Modality: breast ultrasound image.
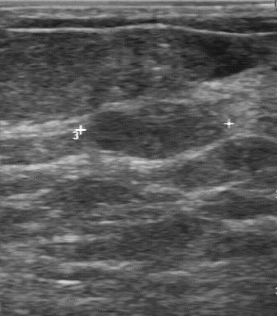
Margin: regular. Boundary is clear. BI-RADS (first reader): 3. Independent BI-RADS assessment is 3.